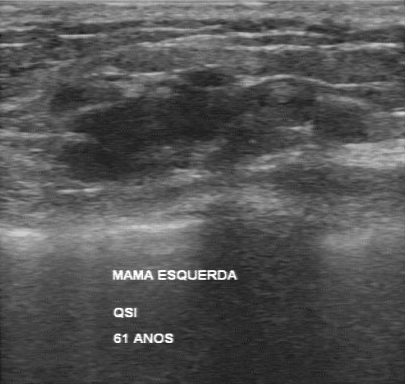
Acquired on GE Logiq 7 @10-14MHz. Breast ultrasound scan.
- margin: regular
- calcifications: none
- echo pattern: hypoechoic
- boundary: clear